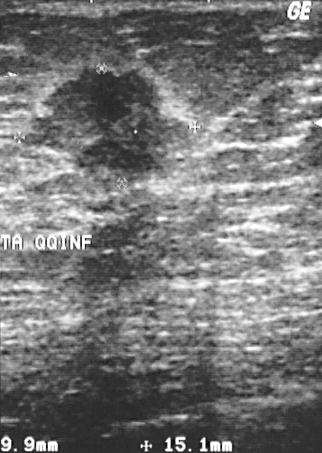
Breast US.
Finding: lesion, malignant on biopsy or follow-up.